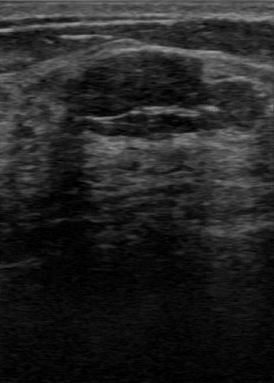
Modality: breast sonogram. Acquired on GE Logiq 7 @10-14MHz.
BI-RADS category: 2. Outcome on biopsy or follow-up is benign.